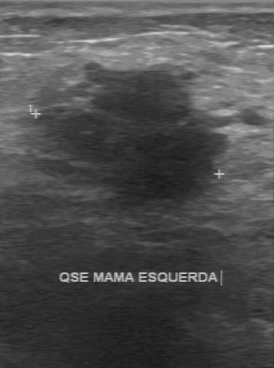
Modality: breast sonogram.
The original reader assigned BI-RADS 4. Descriptors from an independent second read (not the reader who assigned the category): The breast lesion has an irregular margin. The lesion boundary is unclear. Echo pattern: hypoechoic. There are no calcifications. Histopathology: invasive ductal carcinoma (malignant).